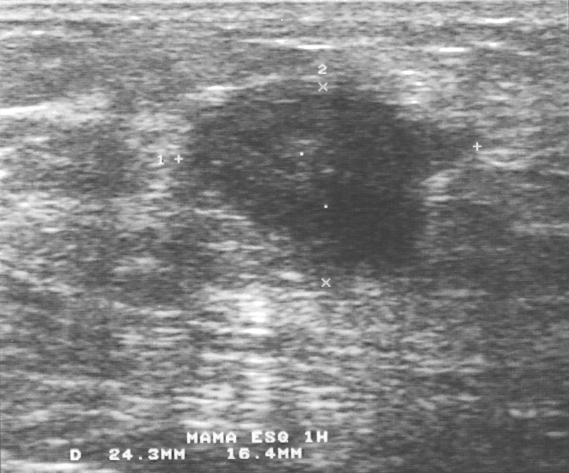
Breast US.
The biopsy result was invasive ductal carcinoma.
This mass proved malignant on biopsy or follow-up.
The mass is assessed as BI-RADS 4.